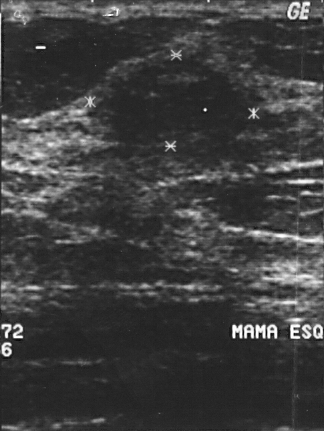
Imaging: breast ultrasound scan.
Pixel coordinates (x1, y1, x2, y2): The mass is located within the bounding box top-left (94, 56), bottom-right (258, 148). BI-RADS 4.